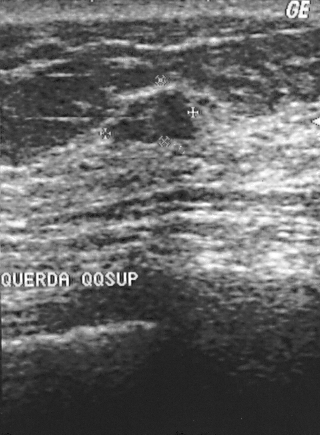
Modality: breast sonogram.
(coordinates in a 320x435 pixel frame) The finding is located within the bounding box x1=118, y1=89, x2=193, y2=142. The finding is benign on biopsy or follow-up.